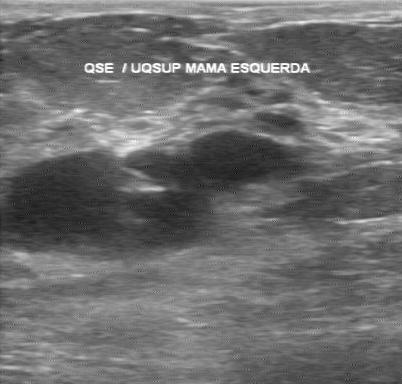
Imaging: breast ultrasound image.
Lesion: benign on biopsy or follow-up.